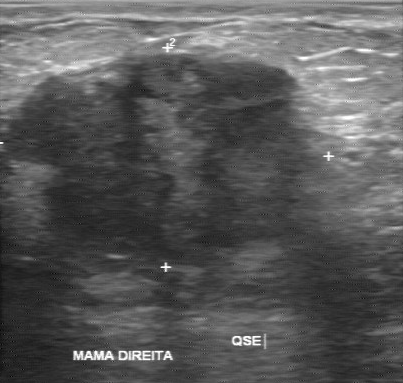
Modality: breast ultrasound scan.
FINDINGS: Internal echoes: hypoechoic. BI-RADS on independent re-read: 4C. Margin: irregular.
OUTCOME ON BIOPSY OR FOLLOW-UP: malignant.